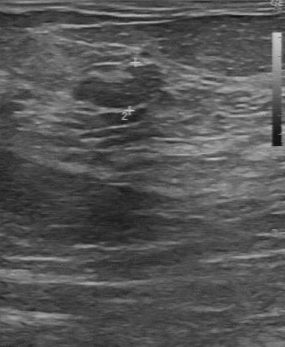
Breast sonogram.
The mass was assessed as BI-RADS 3 by the original reader. A second reader, independent of the original assessment, describes a slightly hypoechoic mass with a partially regular margin; the boundary is somewhat unclear. The biopsy result was fibroadenoma; the mass is benign.